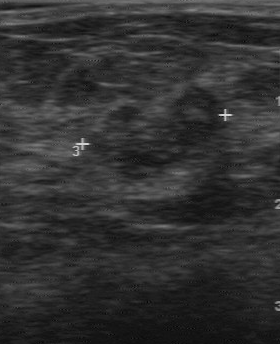
Scanner: GE Logiq 7 @10-14MHz. Imaging: breast ultrasound.
Lesion region of interest: [85, 83, 228, 178]. The mass is malignant on biopsy or follow-up.